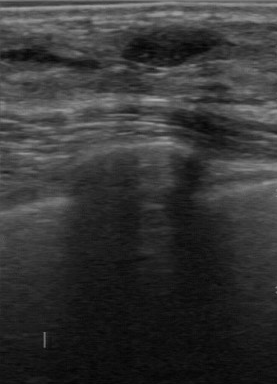
Modality: breast ultrasound image.
Coordinates are pixels in the 277x384 image. Segment the mass: bounding box (123, 25) to (215, 65). The mass is benign on biopsy or follow-up.